Modality: breast ultrasound image.
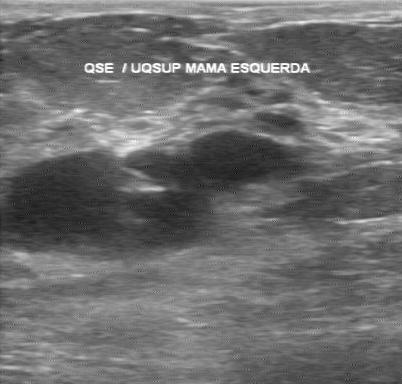
The internal echoes are hypoechoic. Margin is regular. Boundary is clear. No calcifications are seen.